Breast ultrasound.
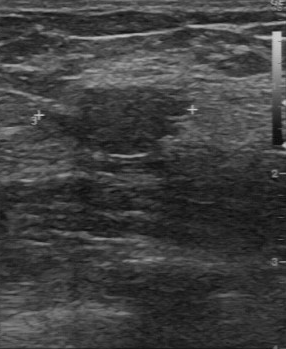
A breast lesion is seen with fairly clear lesion boundary, slightly hypoechoic internal echoes, partially regular contour, calcifications: none, histopathology: fibroadenoma.